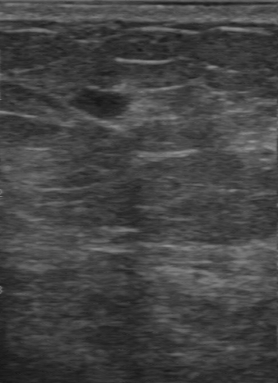
Breast US.
Original-read BI-RADS category: 3. On a second, independent read, a breast lesion with a regular margin and a clear boundary is seen; it is hypoechoic. There are no calcifications. Histopathology: invasive ductal carcinoma (malignant).